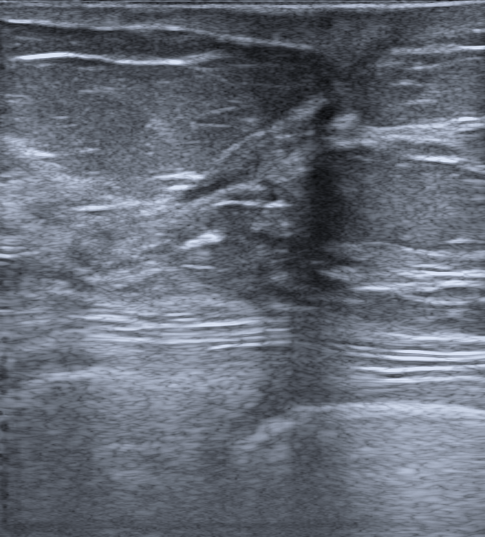
Background echotexture is heterogeneous: predominantly fat. Breast ultrasound scan. 57-year-old patient.
FINDINGS: Breast ultrasound scan. Skin thickening: present. Echogenicity: heterogeneous. Posterior features: shadowing. Outcome on biopsy or follow-up: benign. BI-RADS assessment: 2. Lesion shape: irregular. Differential: Breast scar (surgery); Breast scar (radiotherapy). Calcifications: none.
OUTCOME ON BIOPSY OR FOLLOW-UP: benign.